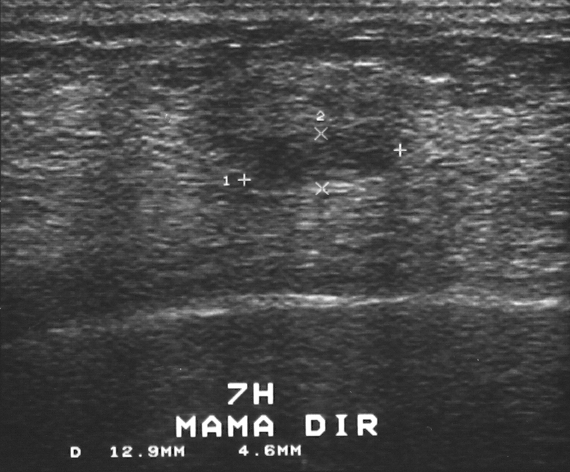
Imaging: B-mode breast ultrasound.
The mass is benign on biopsy or follow-up. BI-RADS 3.